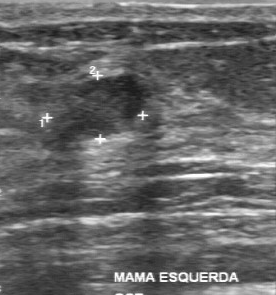
Breast ultrasound image.
The lesion is benign on biopsy or follow-up.